Scanner: GE Logiq 7 @10-14MHz. Modality: breast ultrasound scan.
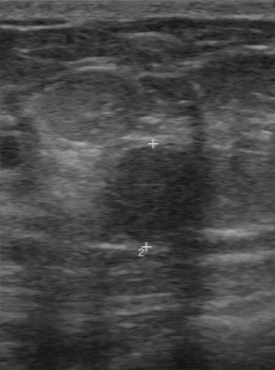
Segment the lesion: bounding box x1=101, y1=146, x2=208, y2=236. The lesion is benign on biopsy or follow-up. BI-RADS 3.